Breast ultrasound scan.
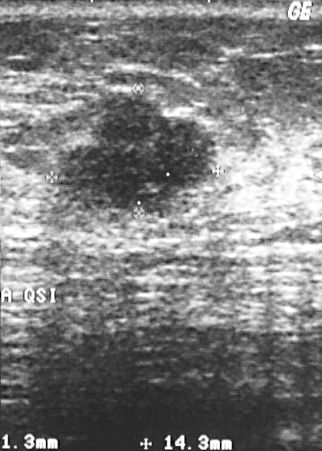
Lesion: benign on biopsy or follow-up. (BI-RADS category 4.)